Breast sonogram.
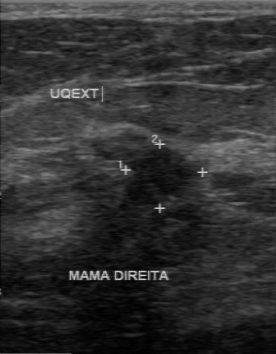
Finding bounding box: 125 148 203 209. BI-RADS 4.